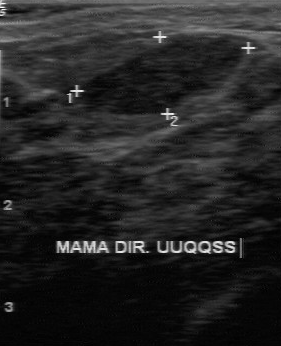
Imaging: breast ultrasound scan.
Biopsy or follow-up result: benign.